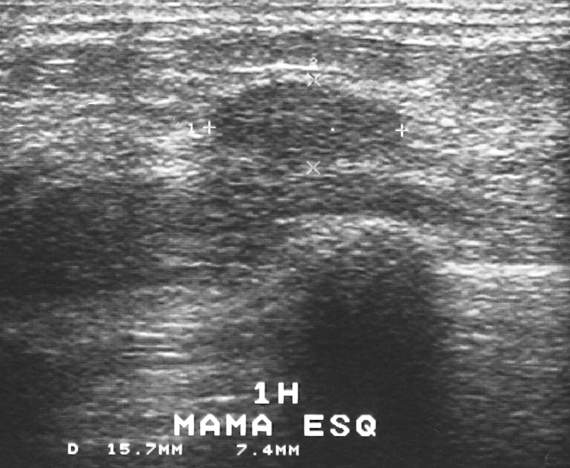
Imaging: breast sonogram.
This breast sonogram shows a finding. BI-RADS category 3. The biopsy result was fibroadenoma; the finding is benign.